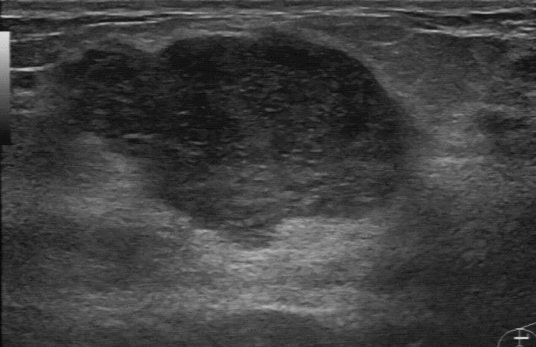
Modality: breast ultrasound scan.
FINDINGS: Calcifications: suspected. Contour: partially regular. Echo pattern: slightly hypoechoic. Boundary: fairly clear.
OUTCOME ON BIOPSY OR FOLLOW-UP: benign.